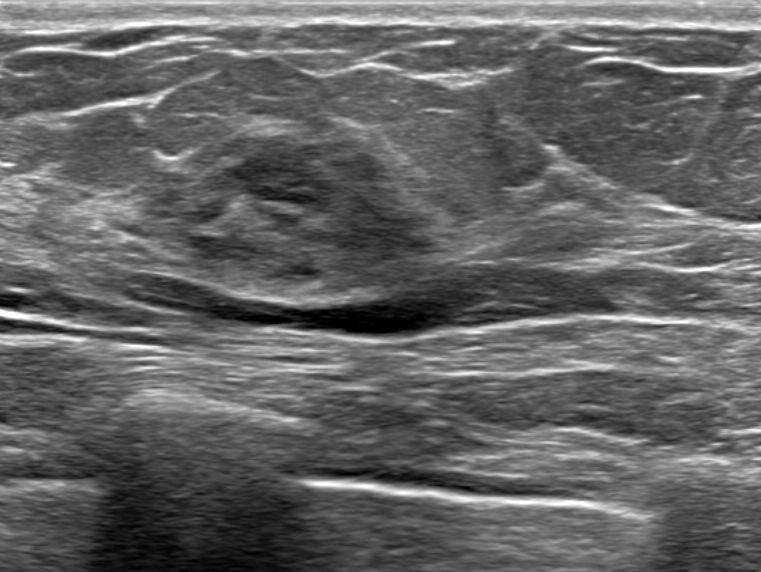
Modality: breast US.
Lesion: benign on biopsy or follow-up.